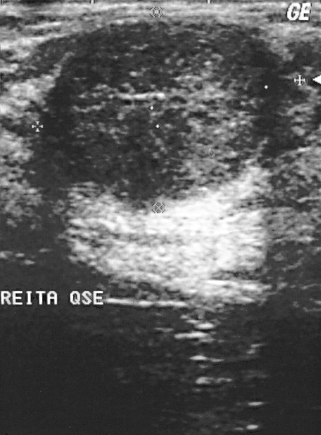
Breast ultrasound image.
Pixel coordinates (x1, y1, x2, y2): The lesion occupies approximately [45, 21, 279, 203]. The lesion is benign on biopsy or follow-up.